Imaging: breast ultrasound.
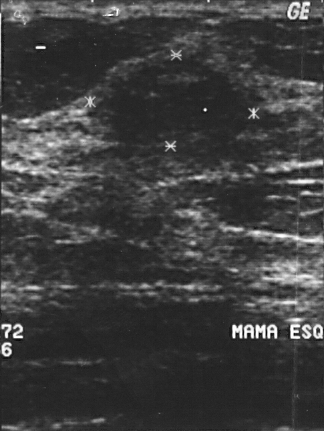
A mass is present on this breast ultrasound. Assessment: BI-RADS 4. Histopathology: fibroadenoma (benign).